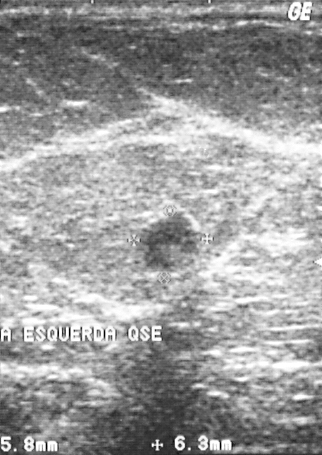
Imaging: breast ultrasound image. Acquired on GE Logiq 5 @10-12MHz.
A lesion is present on this breast ultrasound image. BI-RADS category 2. Pathology confirmed benign cyst.